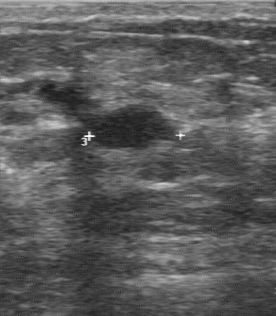
Modality: breast US.
BI-RADS 3 in the original read. Findings on the second read (an independent reader): a hypoechoic breast lesion, margin regular, boundary clear. The biopsy result was fibroadenoma; the breast lesion is benign.